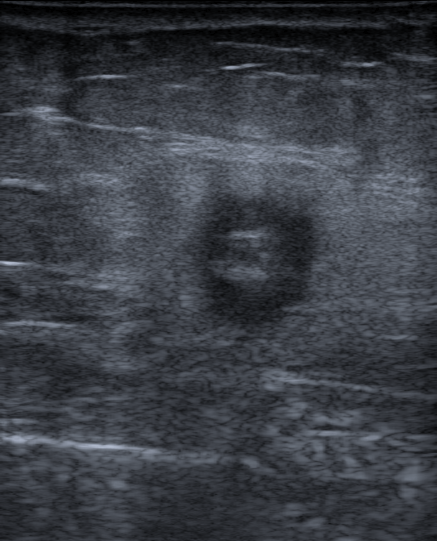
73-year-old patient. Imaging: breast US.
Histopathology: Invasive carcinoma of no special type (NST). Shape is irregular. Differential: Suspicion of malignancy. Echogenic halo is present. Echo pattern: hypoechoic. Borders are not circumscribed - spiculated and indistinct. The skin thickening is absent. The calcifications are in a mass. BI-RADS category is 4C.